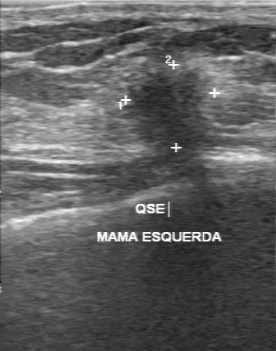
Breast ultrasound.
The mass was categorized BI-RADS 5 in the original read. The following findings are from a second reader, independent of the original assessment. Margin: irregular. Boundary: unclear. Echo pattern: hypoechoic. Calcifications: none. The biopsy result was invasive ductal carcinoma; the mass is malignant.